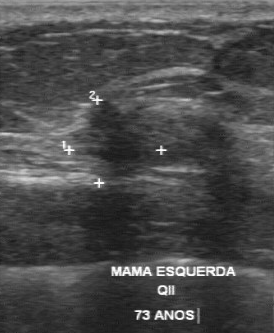
B-mode breast ultrasound.
Original-read BI-RADS category: 5. A second reader, independent of the original assessment, describes a hypoechoic finding with an irregular margin; the boundary is somewhat unclear. The biopsy result was invasive ductal carcinoma; the finding is malignant.